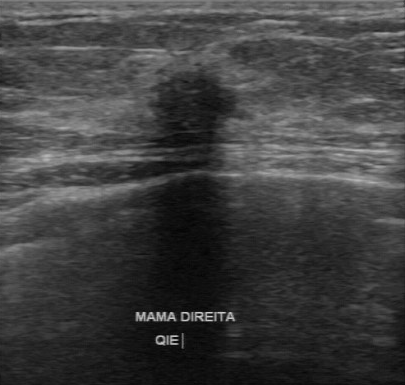
Imaging: breast ultrasound image.
The BI-RADS is 4. Biopsy result: invasive lobular carcinoma.